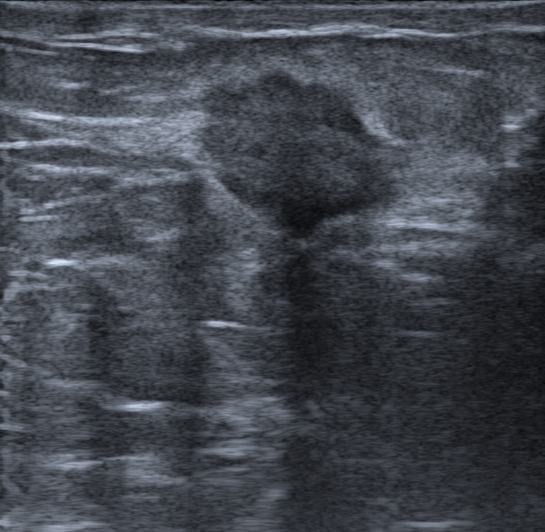
Breast ultrasound. Patient age: 53.
Pixel coordinates (x1, y1, x2, y2): The mass occupies approximately (186, 68) to (415, 238). The mass is malignant on biopsy or follow-up.